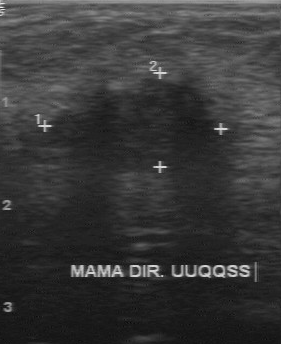
Modality: breast sonogram. Scanner: GE Logiq 7 @10-14MHz.
This breast sonogram shows a mass with outcome on biopsy or follow-up: malignant, BI-RADS: 4, biopsy result: invasive ductal carcinoma.